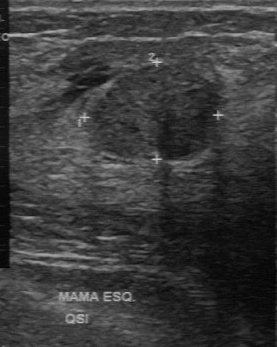
Breast US.
Outcome on biopsy or follow-up: benign.